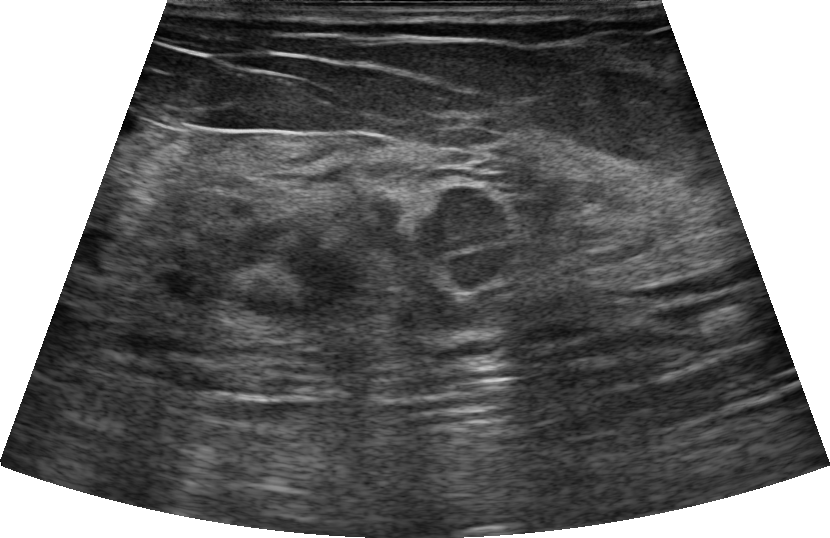
Imaging: breast ultrasound scan. Background tissue composition: heterogeneous: predominantly fibroglandular.
Coordinates are pixels in the 830x538 image. Lesion region of interest: [92, 171, 522, 333].